Breast US. Scanner: GE Logiq 7 @10-14MHz.
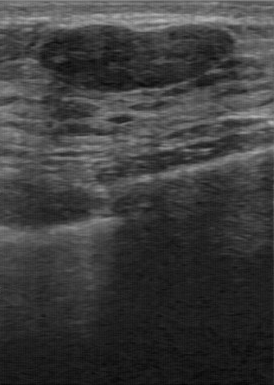
This breast US shows a lesion with BI-RADS: 2.